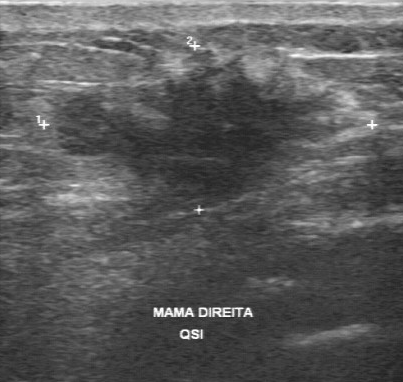
Imaging: breast US.
The original reader assigned BI-RADS 5. Descriptors from an independent second read (not the reader who assigned the category): Calcifications: none. Internally the breast lesion is hypoechoic. Its boundary is unclear. The margin is irregular. Biopsy showed invasive lobular carcinoma, a malignant finding.